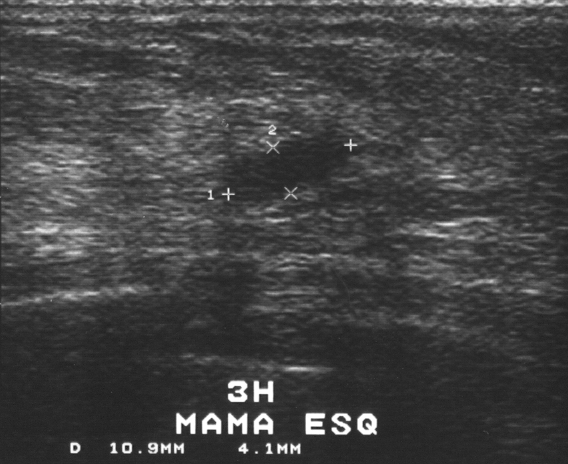
Breast sonogram. Scanner: GE Logiq 5 @10-12MHz.
BI-RADS assessment: 3.
Outcome on biopsy or follow-up: benign.
Pathology confirmed fibroadenoma.